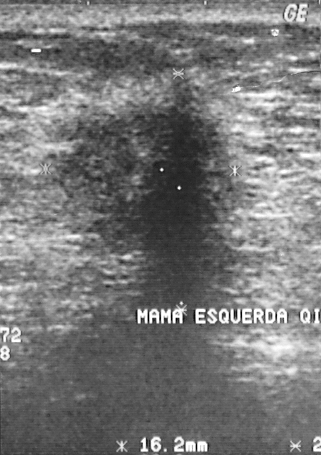
Scanner: GE Logiq 5 @10-12MHz. Breast ultrasound image.
Biopsy or follow-up result: malignant. BI-RADS category 5. Pathology confirmed invasive ductal carcinoma.